Breast sonogram.
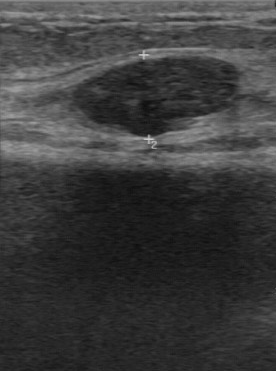
The mass demonstrates calcifications: none, regular lesion margin, clear boundary, hypoechoic echo pattern.